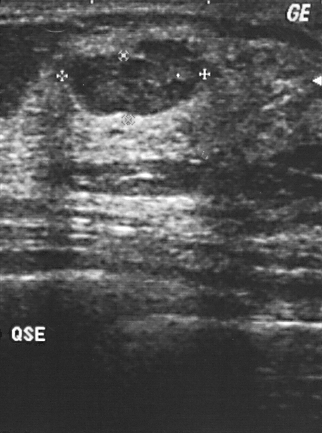
Breast US.
Biopsy or follow-up result: benign.